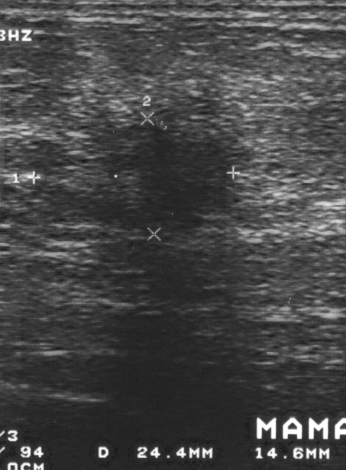
Imaging: breast ultrasound image. Scanner: GE Logiq 5 @10-12MHz.
The mass is malignant on biopsy or follow-up. (BI-RADS category 4.)